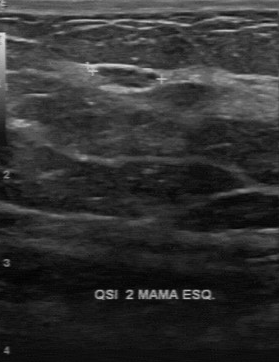
Imaging: breast ultrasound scan.
FINDINGS: BI-RADS: 4. Outcome on biopsy or follow-up: benign.
OUTCOME ON BIOPSY OR FOLLOW-UP: benign.